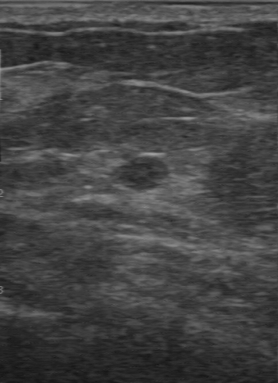
Breast ultrasound.
Pixel coordinates (x1, y1, x2, y2): Lesion bounding box: (110,155)-(169,192).